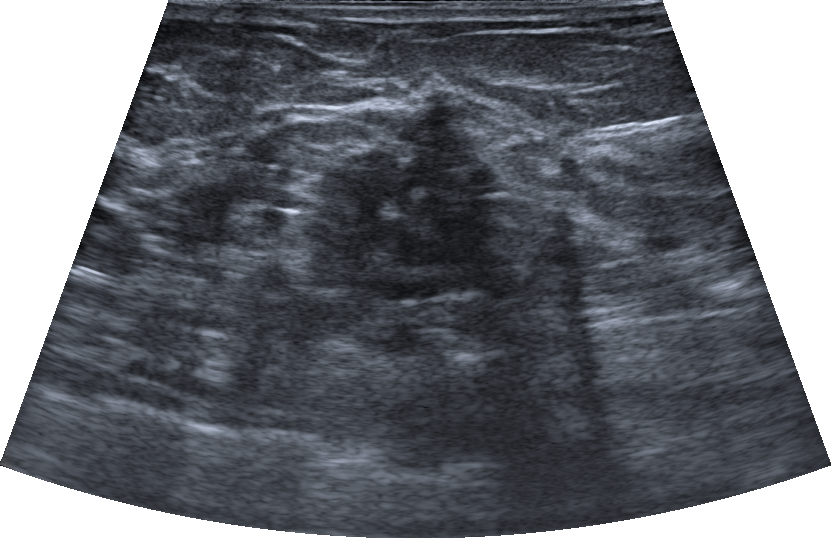
Modality: breast ultrasound scan. Background tissue composition: heterogeneous: predominantly fat.
An irregular, hypoechoic breast lesion with angular, microlobulated and indistinct margins is seen. There are no posterior features. No calcifications are seen. BI-RADS assessment: 5; biopsy or follow-up result: benign. Differential on reading: Suspicion of malignancy. Biopsy confirmed usual ductal hyperplasia (UDH) and fibrosclerosis.